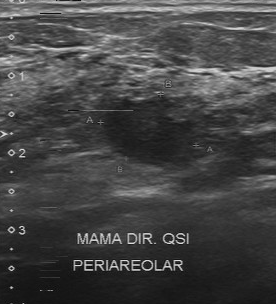
Modality: breast sonogram.
The original reader assigned BI-RADS 4. The following findings are from a second reader, independent of the original assessment. Margin: partially regular. The lesion boundary is somewhat unclear. Internally the lesion is slightly hypoechoic. There are no calcifications. Histopathology: hyperplasia (benign).